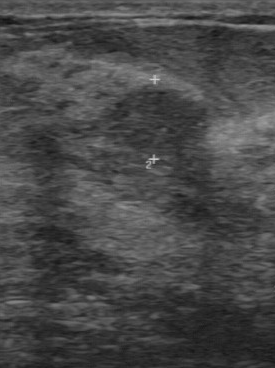
Imaging: breast ultrasound scan.
BI-RADS 4 in the original read; on a second read the margin is regular, the boundary fairly clear and the finding slightly hypoechoic. There are no calcifications. Pathology confirmed benign fibroadenoma.